Imaging: breast ultrasound image. Scanner: GE Logiq 5 @10-12MHz.
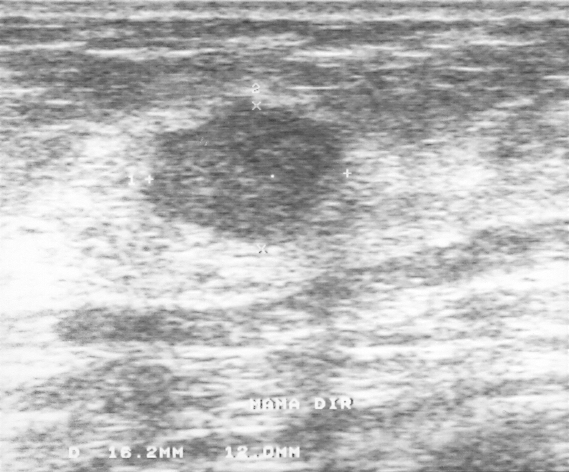
Biopsy or follow-up result: benign.